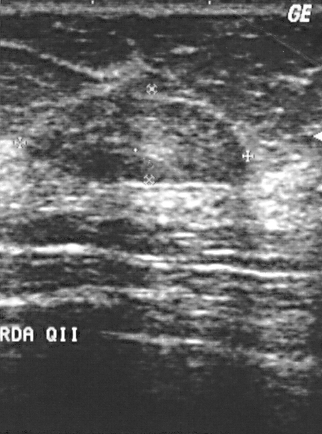
Imaging: breast sonogram.
This breast sonogram shows a finding. Assessment: BI-RADS 2. Pathology confirmed benign fibrocystic changes.